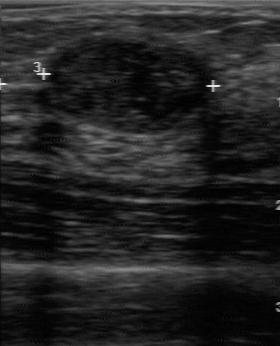
Breast ultrasound image.
The finding was assessed as BI-RADS 2 by the original reader. The following findings are from a second reader, independent of the original assessment. The margin is regular. Boundary: clear. The finding is hypoechoic. There are no calcifications. The biopsy result was fibroadenoma; the finding is benign.